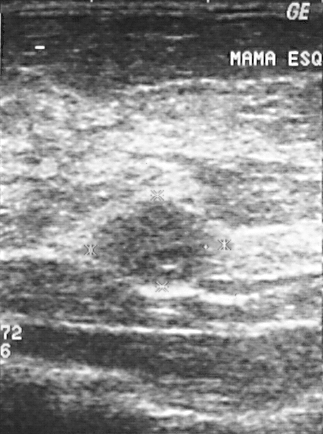
Breast ultrasound.
Biopsy showed fibrocystic changes. The breast lesion is benign on biopsy or follow-up. Assigned BI-RADS 4.